Breast ultrasound scan. Acquired on GE Logiq 7 @10-14MHz.
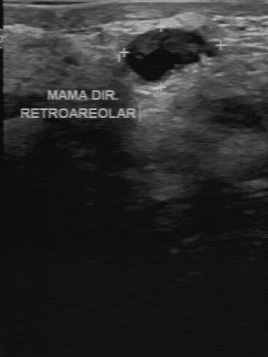
Coordinates are pixels in the 268x357 image. Lesion region of interest: (124,28)-(217,80). BI-RADS 2.